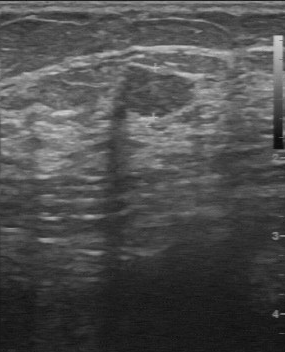
Imaging: breast sonogram.
Pixel coordinates (x1, y1, x2, y2): The lesion is located within the bounding box (118,66)-(196,117).